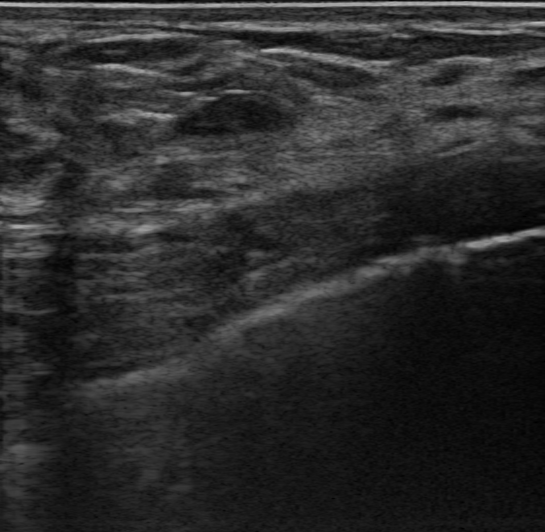
Background echotexture is heterogeneous: predominantly fibroglandular. Patient age: 50. Modality: breast sonogram.
A finding is seen with verification: confirmed by biopsy, calcifications: none, echogenic halo: none, confirmed outcome (biopsy or follow-up): benign, circumscribed borders, hypoechoic echotexture, skin thickening: none, differential: Complex cyst / Non-simple cyst; Cyst filled with thick fluid; Fibroadenoma, BI-RADS: 3.